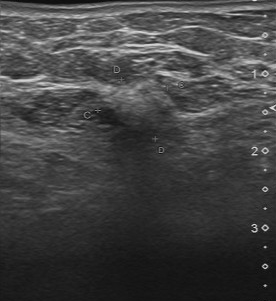
B-mode breast ultrasound.
BI-RADS on independent re-read is 4A. Original BI-RADS is 4. Margin is irregular. Internal echoes: slightly hypoechoic. Lesion boundary is unclear.